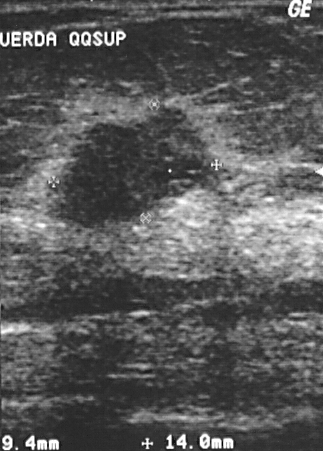
Scanner: GE Logiq 5 @10-12MHz. Breast ultrasound.
Biopsy or follow-up result: malignant.